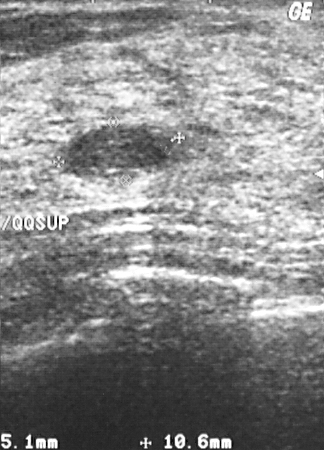
Modality: breast ultrasound image.
Assigned BI-RADS 2.
Histopathology: fibroadenoma (benign).
Biopsy or follow-up result: benign.